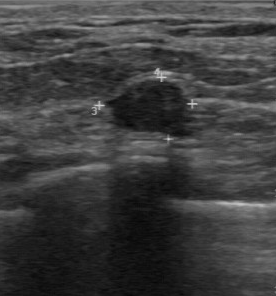
Breast US. Scanner: GE Logiq 7 @10-14MHz.
- BI-RADS category: 2
- outcome on biopsy or follow-up: benign